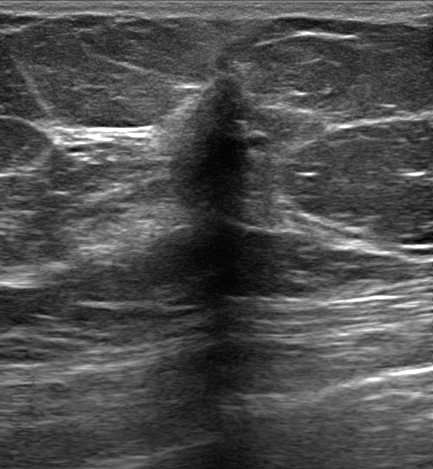
Modality: breast ultrasound image.
The finding is irregular and hypoechoic; its margin is not circumscribed (indistinct). There is posterior acoustic shadowing. An echogenic halo is present. BI-RADS 5; outcome on biopsy or follow-up: malignant. Radiologist's impression: Suspicion of malignancy; Fibroadenoma; Intraductal papilloma. Biopsy confirmed invasive lobular carcinoma.